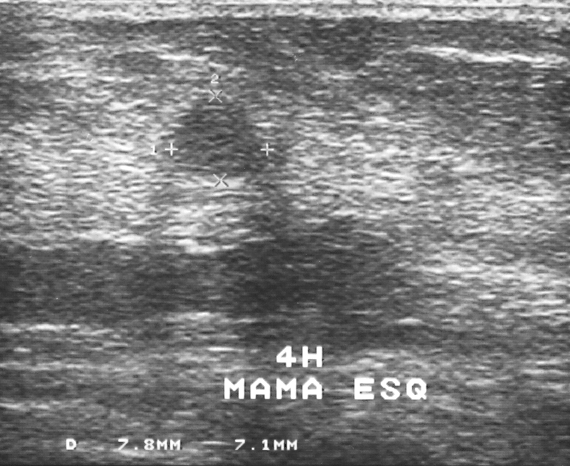
Modality: breast US.
Outcome on biopsy or follow-up: benign. BI-RADS assessment: 3.
OUTCOME ON BIOPSY OR FOLLOW-UP: benign.